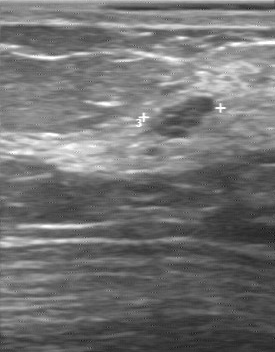
Modality: breast ultrasound scan.
(coordinates in a 275x352 pixel frame) The breast lesion occupies approximately top-left (149, 96), bottom-right (216, 137). The breast lesion is benign on biopsy or follow-up. BI-RADS 3.